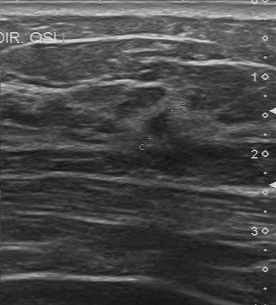
Acquired on Toshiba Aplio 300 @12-14 MHz. Breast ultrasound scan.
BI-RADS category: 4.